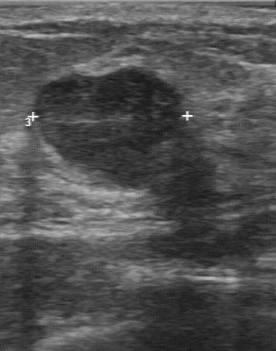
Imaging: breast US.
FINDINGS: Breast US. Margin: regular. Calcifications: absent. Boundary: clear. Histopathology: fibroadenoma. Echogenicity: hypoechoic.